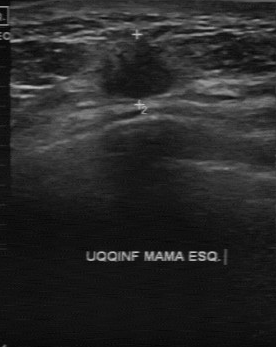
Breast US. Acquired on GE Logiq 7 @10-14MHz.
Outcome on biopsy or follow-up: malignant. BI-RADS 4.